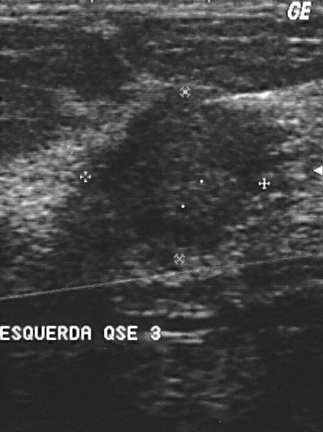
Modality: breast ultrasound image.
This breast ultrasound image shows a finding. BI-RADS category 4. Biopsy showed invasive ductal carcinoma, a malignant finding.